Breast sonogram.
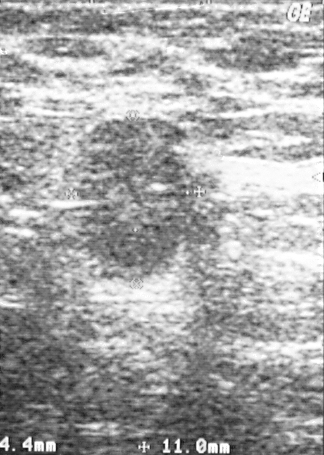
BI-RADS category 5. The biopsy result was lymphoma. The mass is malignant on biopsy or follow-up.